Imaging: breast ultrasound. Acquired on GE Logiq 7 @10-14MHz.
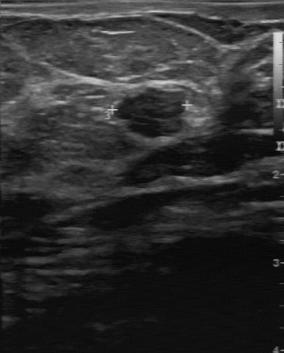
Original-read BI-RADS category: 3. A second reader, independent of the original assessment, describes a hypoechoic breast lesion with a partially regular margin; the boundary is fairly clear. Calcifications: none. Biopsy showed fibroadenoma, a benign finding.